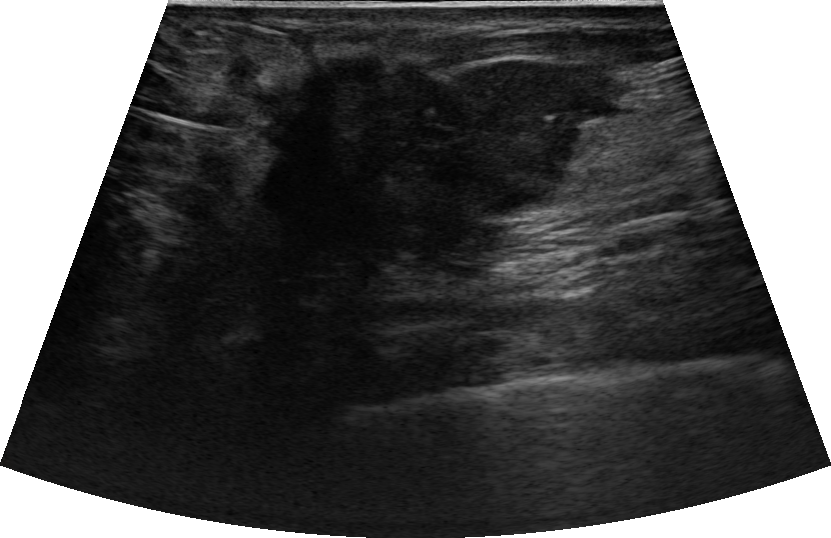
Background echotexture is heterogeneous: predominantly fat. Modality: breast US.
Biopsy confirmed cribriform carcinoma.
The finding is assessed as BI-RADS 5.
Differential on reading: Suspicion of malignancy.
Shape: irregular.
Margins are not circumscribed, with angular and microlobulated features.
Its echo pattern is hypoechoic.
Posterior features: shadowing.
There is no echogenic halo.
No calcifications are seen.
There is no skin thickening.